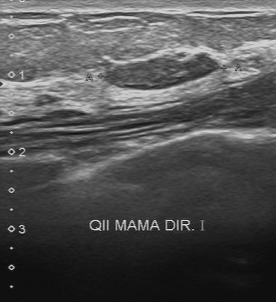
Imaging: breast sonogram.
Lesion margin: regular. Calcifications: none. Lesion boundary: clear. Echogenicity: slightly hypoechoic.
OUTCOME ON BIOPSY OR FOLLOW-UP: benign.